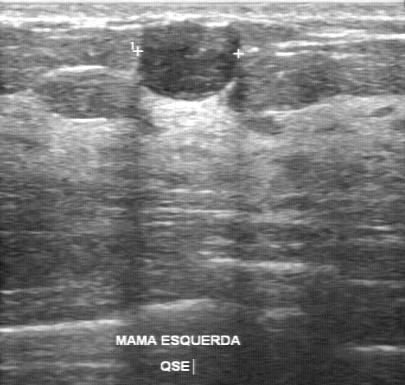
Modality: breast ultrasound scan. Scanner: GE Logiq 7 @10-14MHz.
Lesion region of interest: top-left (136, 20), bottom-right (241, 102). The mass is benign on biopsy or follow-up.